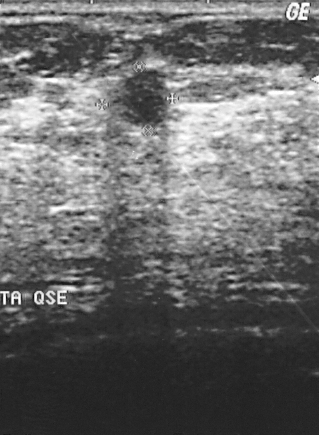
Acquired on GE Logiq 5 @10-12MHz. Breast sonogram.
This breast sonogram shows a mass. It was assessed as BI-RADS 2. Biopsy showed cyst, a benign finding.